Modality: breast sonogram.
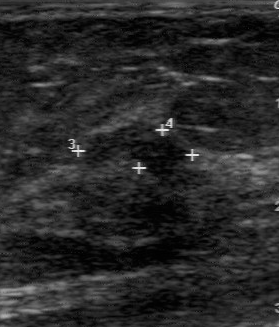
FINDINGS: Calcifications: none. Outcome on biopsy or follow-up: benign. Boundary: fairly clear. Echogenicity: hypoechoic. Contour: partially regular.
OUTCOME ON BIOPSY OR FOLLOW-UP: benign.